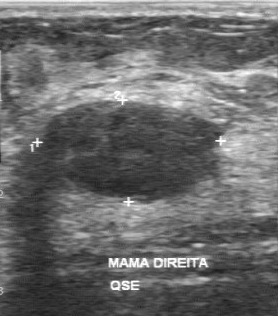
Modality: B-mode breast ultrasound. Scanner: GE Logiq 7 @10-14MHz.
B-mode breast ultrasound findings:
- original BI-RADS: 3
- echogenicity: hypoechoic
- histopathology: fibroadenoma
- BI-RADS (second read): 3
- confirmed outcome (biopsy or follow-up): benign